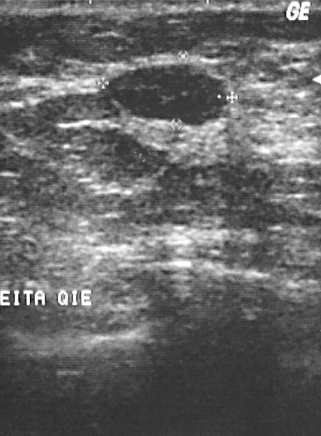
Breast ultrasound image.
This breast ultrasound image shows a breast lesion. It was assessed as BI-RADS 2. Histopathology: fibroadenoma (benign).